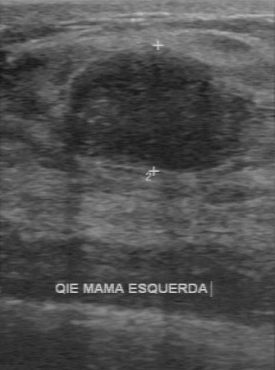
Modality: breast US.
The mass was assessed as BI-RADS 3 by the original reader.
On a second read by an independent reader:
Margin: regular.
The lesion boundary is clear.
The mass is hypoechoic.
No calcifications are seen.
Biopsy showed fibroadenoma, a benign finding.